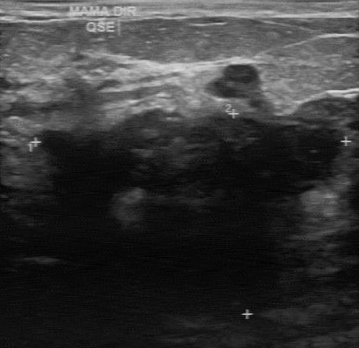
Breast ultrasound.
Second-reader BI-RADS is 4B. Echogenicity is hypoechoic. No calcifications are seen. The margin is irregular.